Modality: breast US.
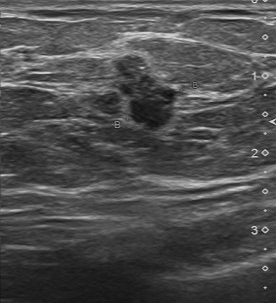
Mass: malignant on biopsy or follow-up. BI-RADS 4.